Scanner: GE Logiq 7 @10-14MHz. Imaging: breast ultrasound image.
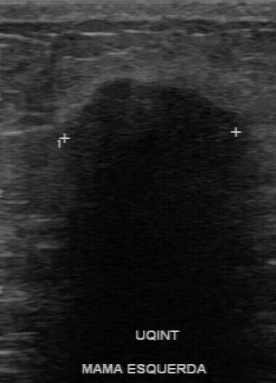
This breast ultrasound image shows a finding with biopsy or follow-up result: malignant, partially regular lesion margin, hypoechoic internal echoes, unclear lesion boundary, calcifications: absent.